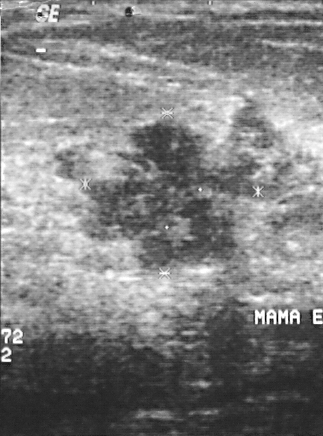
Imaging: breast ultrasound scan.
Coordinates are pixels in the 323x436 image. Mass bounding box: [75, 118, 266, 274]. The mass is malignant on biopsy or follow-up.